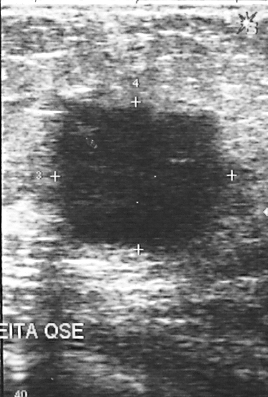
Modality: breast ultrasound.
Pixel coordinates (x1, y1, x2, y2): Segment the breast lesion: bounding box 53 107 234 254.